Imaging: B-mode breast ultrasound.
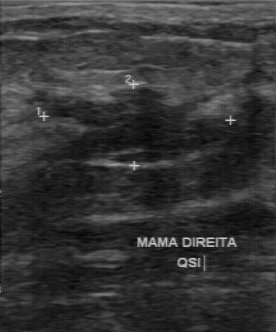
The BI-RADS assessment is 4. Confirmed outcome (biopsy or follow-up): benign.